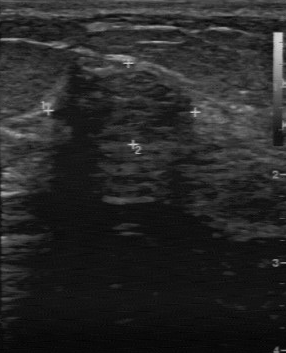
Breast ultrasound. Acquired on GE Logiq 7 @10-14MHz.
The independent BI-RADS assessment is 4A. Biopsy result: fibroadenoma. Contour: regular. The echo pattern is heterogeneous. Original BI-RADS: 3. There are no calcifications.